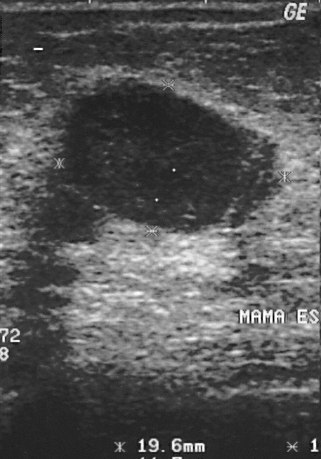
Acquired on GE Logiq 5 @10-12MHz. Modality: B-mode breast ultrasound.
(coordinates in a 321x459 pixel frame) Lesion bounding box: (63, 79) to (283, 231).